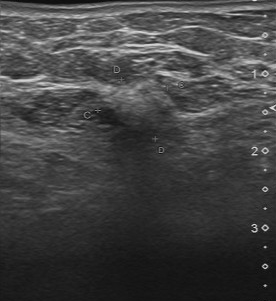
Breast US.
BI-RADS 4 in the original read; on a second read the margin is irregular, the boundary unclear and the finding slightly hypoechoic. No calcifications are seen. The biopsy result was invasive ductal carcinoma; the finding is malignant.